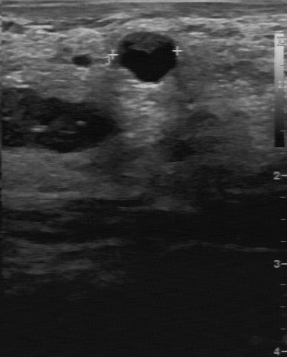
Breast ultrasound.
BI-RADS 2 in the original read. A second, independent read describes the finding as follows. Margin: regular. Internally the finding is hypoechoic. Calcifications: none. The lesion boundary is clear. Biopsy showed cyst, a benign finding.